Imaging: breast sonogram. Scanner: GE Logiq 5 @10-12MHz.
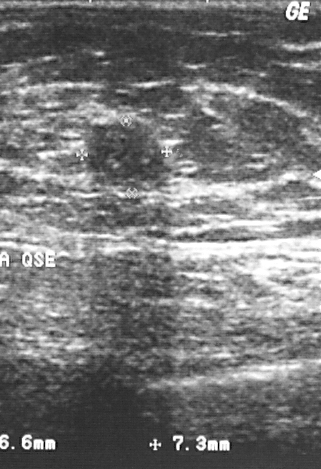
Pixel coordinates (x1, y1, x2, y2): Breast lesion bounding box: (94,121)-(164,182). The breast lesion is benign on biopsy or follow-up. BI-RADS 2.